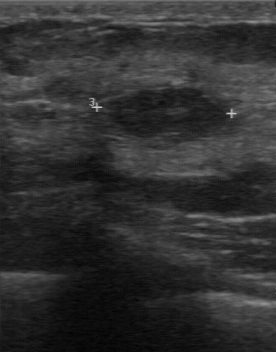
Breast ultrasound scan.
BI-RADS category: 2. Histopathology: lipoma.
OUTCOME ON BIOPSY OR FOLLOW-UP: benign.